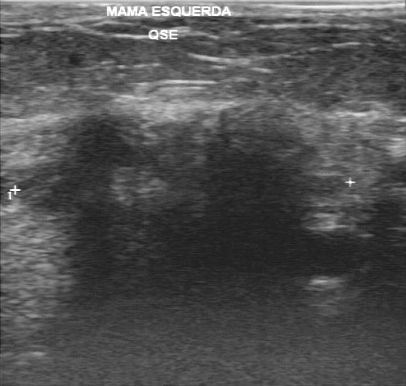
Modality: breast ultrasound.
Lesion boundary is unclear. Contour: irregular. There are no calcifications. The internal echoes are hypoechoic.